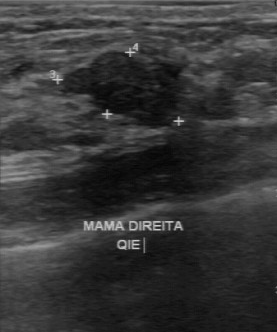
Scanner: GE Logiq 7 @10-14MHz. Modality: B-mode breast ultrasound.
The original reader assigned BI-RADS 3. On a second, independent read, a lesion with a regular margin and a clear boundary is seen; it is hypoechoic. Histopathology: fibroadenoma (benign).